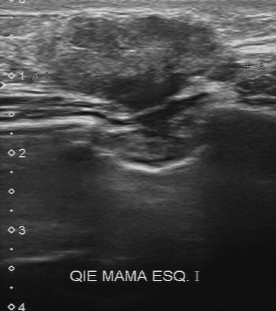
Breast ultrasound.
This breast ultrasound shows a finding, malignant on biopsy or follow-up.